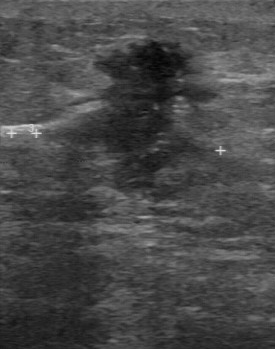
Scanner: GE Logiq 7 @10-14MHz. Imaging: breast ultrasound scan.
The breast lesion was categorized BI-RADS 5 in the original read. Findings on the second read (an independent reader): a hypoechoic breast lesion, margin irregular, boundary unclear. There are multiple clustered microcalcifications. Pathology confirmed malignant invasive ductal carcinoma.